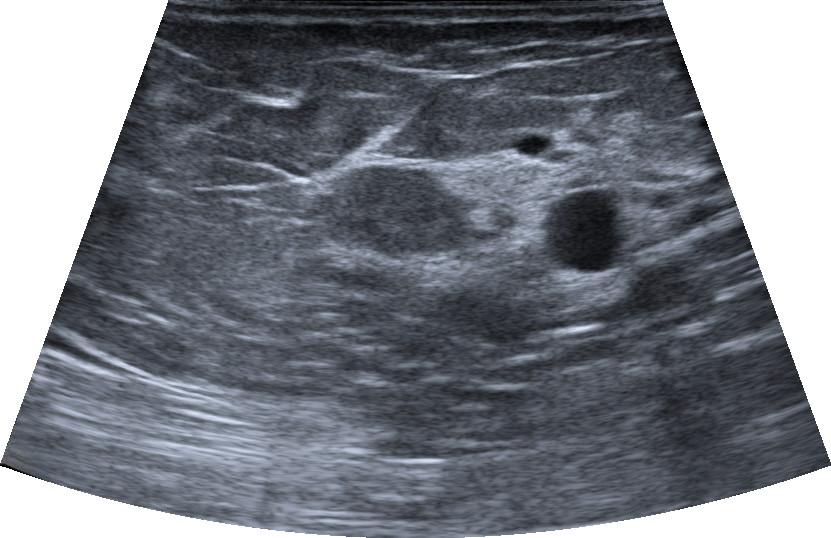
Patient age: 51. Background echotexture is heterogeneous: predominantly fibroglandular. Breast US.
Findings: an oval breast lesion of hypoechoic echotexture with a circumscribed margin. There are no posterior acoustic features. There are no calcifications. BI-RADS assessment: 4B; biopsy or follow-up result: benign. Differential on reading: Dysplasia; Fibroadenoma; Intraductal papilloma. Biopsy confirmed fibroadenoma.